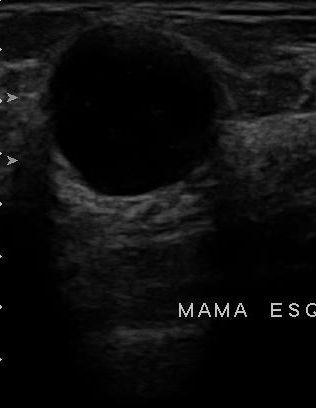
Imaging: breast ultrasound.
Coordinates are pixels in the 316x408 image. The finding is located within the bounding box (43, 26) to (219, 195).